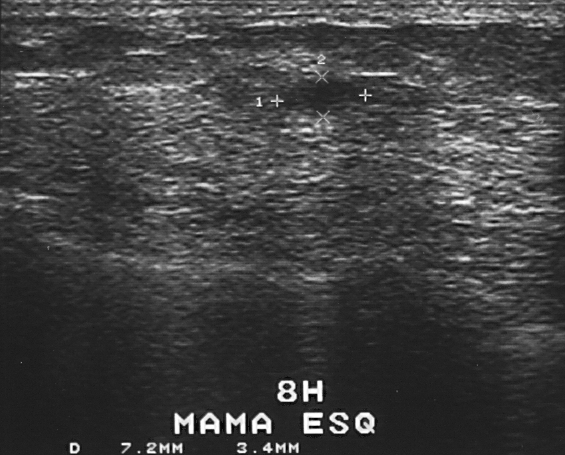
B-mode breast ultrasound. Acquired on GE Logiq 5 @10-12MHz.
A breast lesion is present on this B-mode breast ultrasound. Assessment: BI-RADS 2. The biopsy result was fibrocystic changes; the breast lesion is benign.